Breast US. Scanner: GE Logiq 7 @10-14MHz.
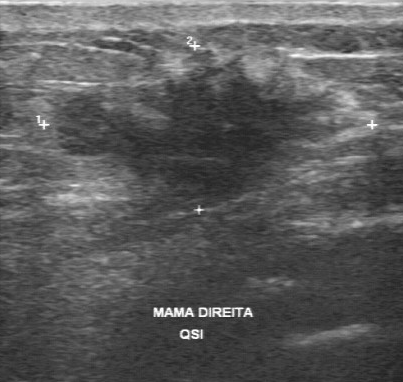
BI-RADS 5 in the original read; on a second read the margin is irregular, the boundary unclear and the breast lesion hypoechoic. Pathology confirmed malignant invasive lobular carcinoma.